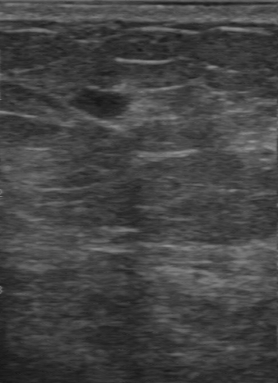
Breast ultrasound scan.
The original reader assigned BI-RADS 3.
The following findings are from a second reader, independent of the original assessment.
The margin is regular.
The lesion boundary is clear.
Internally the breast lesion is hypoechoic.
There are no calcifications.
Histopathology: invasive ductal carcinoma (malignant).